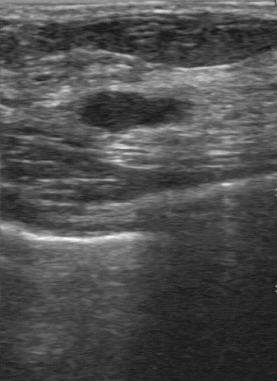
Breast ultrasound scan.
The original reader assigned BI-RADS 2. Findings on the second read (an independent reader): a hypoechoic finding, margin regular, boundary fairly clear. Biopsy showed fibroadenoma, a benign finding.